Modality: breast ultrasound image.
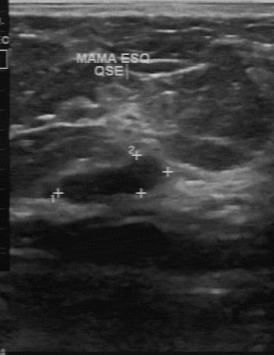
BI-RADS 2 in the original read. On a second, independent read, a lesion with a regular margin and a clear boundary is seen; it is hypoechoic. Biopsy showed cyst, a benign finding.